Modality: B-mode breast ultrasound.
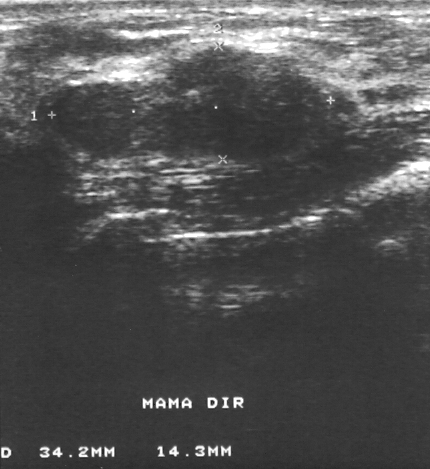
Lesion characteristics:
- biopsy or follow-up result: benign
- BI-RADS: 3
- histopathology: fibroadenoma